Breast ultrasound.
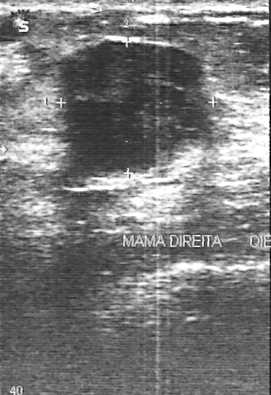
(coordinates in a 271x395 pixel frame) The finding is located within the bounding box (59, 41) to (211, 174). The finding is benign on biopsy or follow-up. BI-RADS 4.